21-year-old patient. Modality: B-mode breast ultrasound.
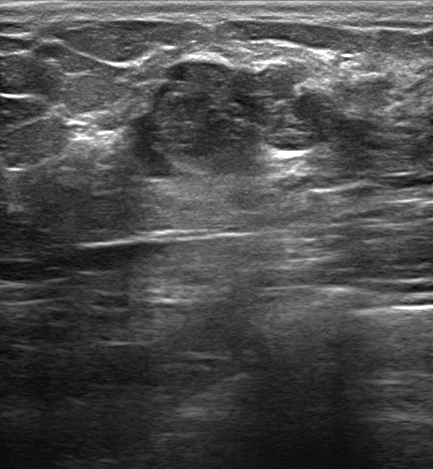
Findings: an irregular finding of hypoechoic echotexture with non-circumscribed (indistinct) margins. There is posterior acoustic enhancement. No skin thickening is seen. Calcifications: none. Echogenic halo: absent. BI-RADS 4A; benign on biopsy or follow-up. Radiologist's impression: Suspicion of malignancy; Fibroadenoma; Intraductal papilloma. Biopsy confirmed fibroadenoma.